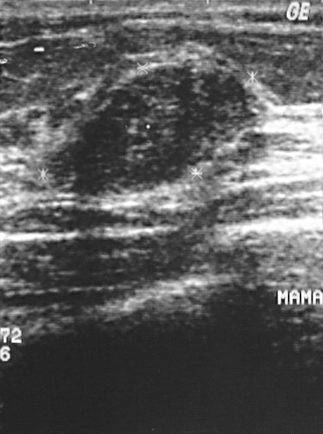
Modality: breast US.
Coordinates are pixels in the 323x434 image. Lesion bounding box: (56,65)-(257,198).